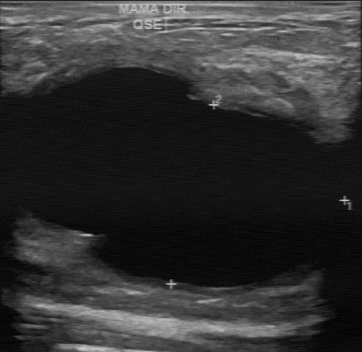
Modality: breast US.
FINDINGS: Lesion boundary: fairly clear. Echogenicity: hypoechoic. Calcifications: absent. Lesion margin: partially regular. Histopathology: cyst.